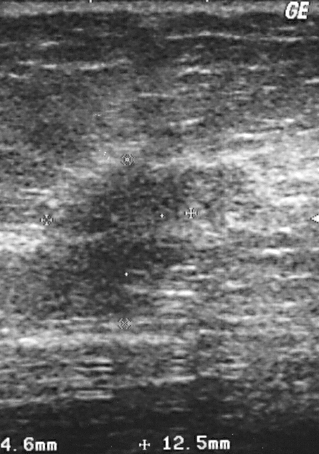
Imaging: breast ultrasound image.
Finding: breast lesion, malignant on biopsy or follow-up. BI-RADS 4.